Modality: breast US.
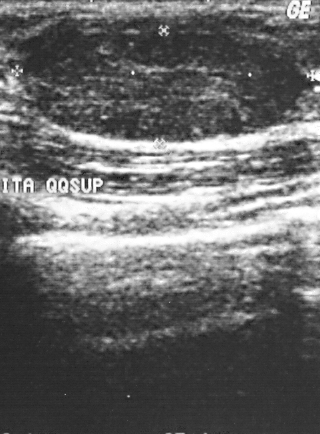
The mass is assessed as BI-RADS 2.
Histopathology: fibroadenoma (benign).
The mass is benign on biopsy or follow-up.